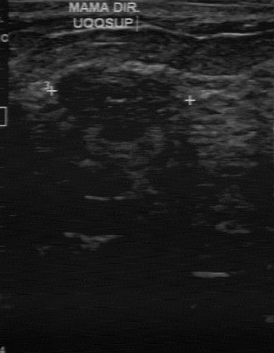
Scanner: GE Logiq 7 @10-14MHz. Imaging: breast US.
FINDINGS: Lesion boundary: somewhat unclear. BI-RADS (first reader): 3. Confirmed outcome (biopsy or follow-up): benign. Calcifications: absent. BI-RADS on independent re-read: 4A. Margin: partially regular.